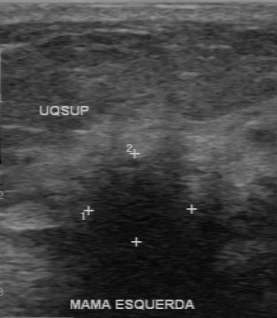
Breast US.
This breast US shows a finding, malignant on biopsy or follow-up.